B-mode breast ultrasound.
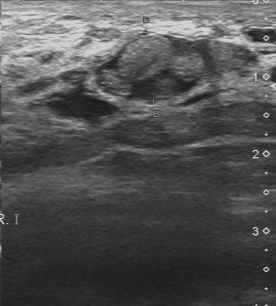
BI-RADS 4 in the original read.
The following findings are from a second reader, independent of the original assessment.
Internally the breast lesion is heterogeneous.
No calcifications are seen.
Its boundary is fairly clear.
The margin is partially regular.
The biopsy result was fibrocystic changes; the breast lesion is benign.